Imaging: breast ultrasound scan.
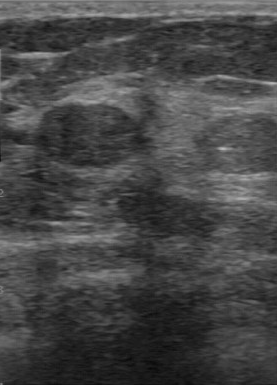
Pathology: fibroadenoma. The outcome on biopsy or follow-up is benign. Echogenicity: hypoechoic. There are no calcifications. The lesion boundary is clear. The margin is regular.